Modality: breast sonogram.
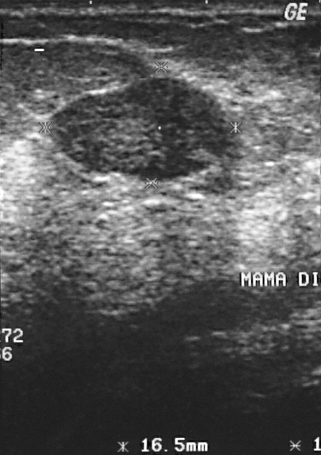
Lesion bounding box: [45, 75, 237, 183].